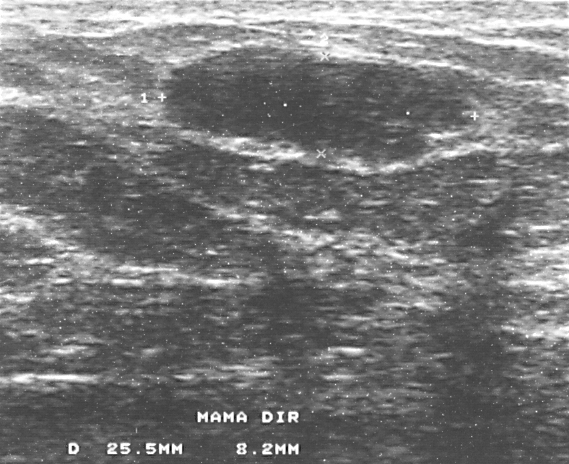
Scanner: GE Logiq 5 @10-12MHz. Modality: breast ultrasound image.
Finding: lesion, benign on biopsy or follow-up.